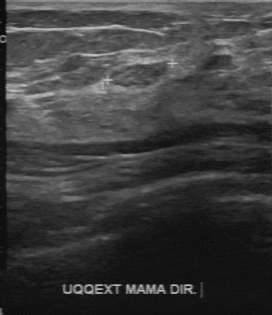
Breast sonogram.
The mass was assessed as BI-RADS 2 by the original reader.
On a second read by an independent reader:
Margin: regular.
Its boundary is clear.
The mass is slightly hypoechoic.
Calcifications: none.
The biopsy result was cyst; the mass is benign.